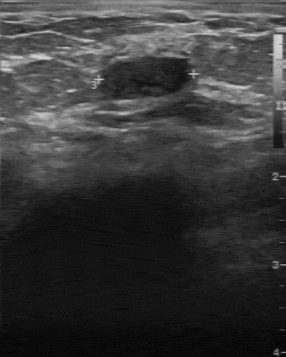
Modality: B-mode breast ultrasound.
The mass demonstrates histopathology: cyst, BI-RADS: 2, outcome on biopsy or follow-up: benign.